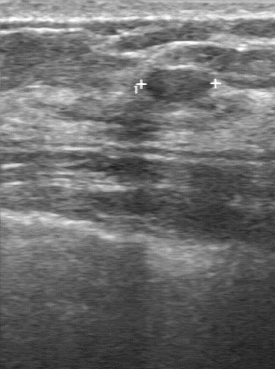
Modality: breast ultrasound image.
Contour is regular. Biopsy or follow-up result: benign. Calcifications are absent. The pathology is fibroadenoma. Echogenicity: slightly hypoechoic. The lesion boundary is clear.